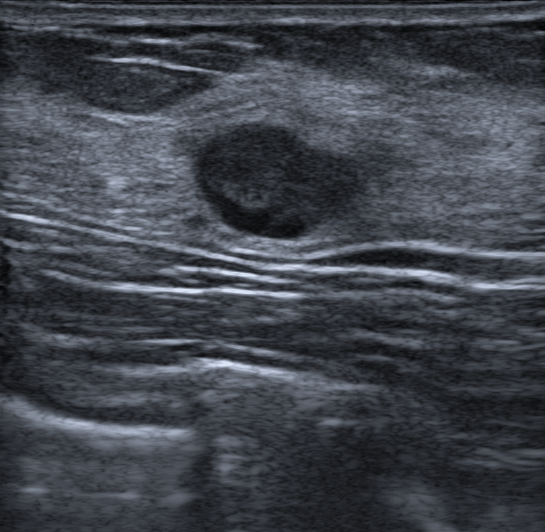
26-year-old patient. Imaging: breast ultrasound.
There is an oval finding that is complex cystic and solid, with a circumscribed margin. Posterior features: none. BI-RADS assessment: 4A; biopsy or follow-up result: benign. Radiologist's impression: Fibroadenoma. Histopathology: Fibroadenoma.